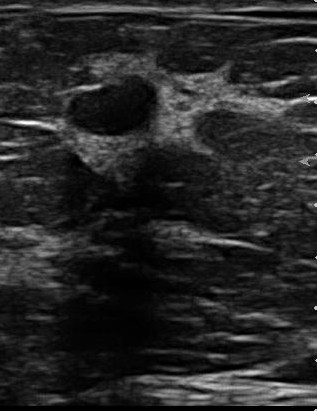
Modality: breast ultrasound.
This breast ultrasound shows a breast lesion with BI-RADS: 2, histopathology: fibroadenoma.